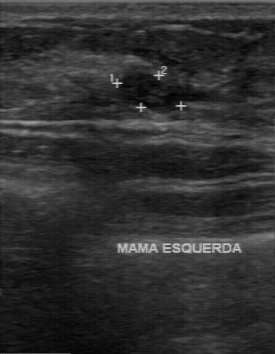
Breast ultrasound image.
FINDINGS: Breast ultrasound image. Calcifications: absent. Lesion boundary: clear. Biopsy or follow-up result: benign. Margin: regular. Internal echoes: hypoechoic.